Modality: breast ultrasound scan.
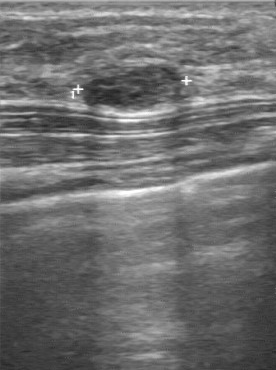
Lesion characteristics:
- histopathology: fibroadenoma
- confirmed outcome (biopsy or follow-up): benign
- BI-RADS category: 3